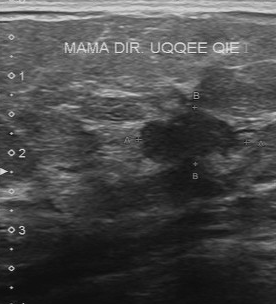
Modality: breast sonogram.
FINDINGS: Boundary: fairly clear. Lesion margin: partially regular. Internal echoes: hypoechoic. Calcifications: none.
OUTCOME ON BIOPSY OR FOLLOW-UP: malignant.